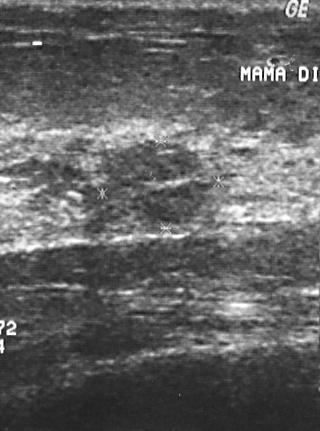
Imaging: breast US.
Pixel coordinates (x1, y1, x2, y2): Lesion region of interest: top-left (101, 140), bottom-right (211, 223). The breast lesion is malignant on biopsy or follow-up. BI-RADS 4.